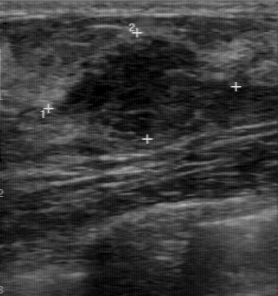
Modality: breast US.
Breast US findings:
- BI-RADS assessment: 4